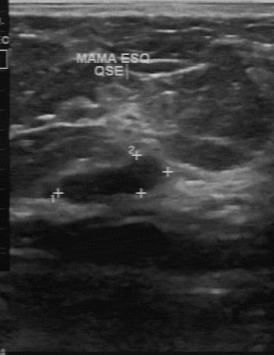
Modality: breast sonogram.
Pixel coordinates (x1, y1, x2, y2): Segment the lesion: bounding box (64, 157) to (164, 201).